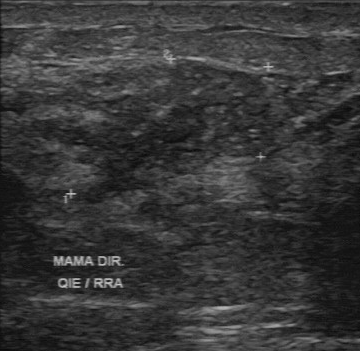
Acquired on GE Logiq 7 @10-14MHz. B-mode breast ultrasound.
This B-mode breast ultrasound shows a lesion, malignant on biopsy or follow-up.